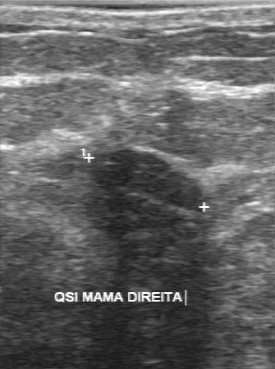
Breast ultrasound image.
The margin is regular. Boundary: clear. Calcifications are absent. The internal echoes are slightly hypoechoic.